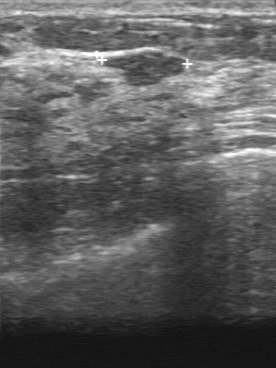
Breast ultrasound.
Boundary is fairly clear. The outcome on biopsy or follow-up is benign. Lesion margin is partially regular. Echogenicity: slightly hypoechoic. Calcifications are absent.